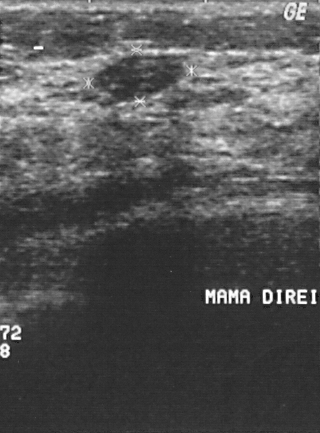
Modality: breast ultrasound image. Acquired on GE Logiq 5 @10-12MHz.
Pixel coordinates (x1, y1, x2, y2): Segment the finding: bounding box top-left (93, 56), bottom-right (184, 100).